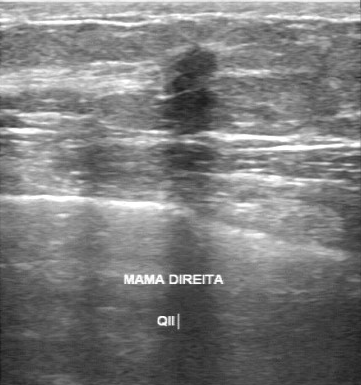
Imaging: breast US.
This breast US shows a finding with calcifications: none, hypoechoic echo pattern, irregular margin, histopathology: invasive lobular carcinoma, unclear boundary.